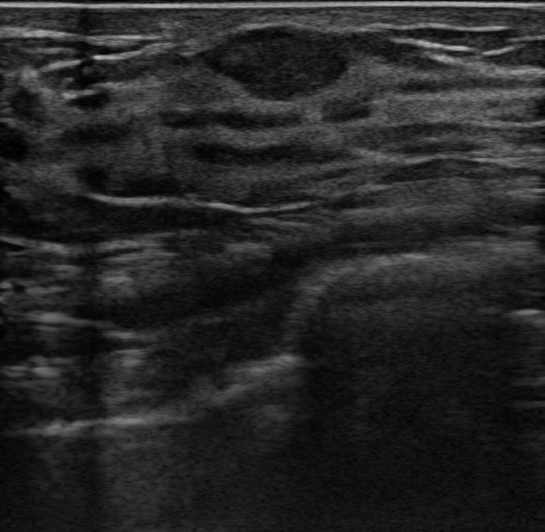
Background echotexture is homogeneous: fibroglandular. Modality: breast sonogram.
(coordinates in a 545x532 pixel frame) Segment the lesion: bounding box x1=201, y1=22, x2=349, y2=100.